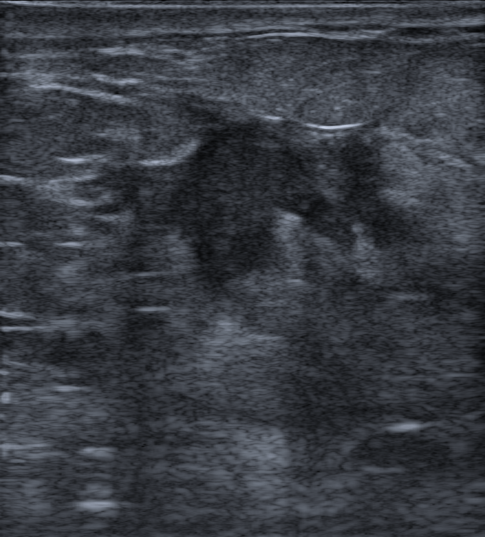
Imaging: breast sonogram.
The lesion is malignant on biopsy or follow-up. (BI-RADS category 5.)